Modality: B-mode breast ultrasound.
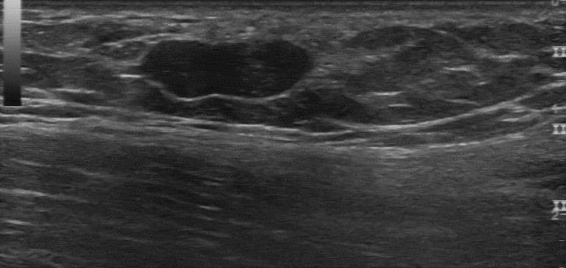
Pixel coordinates (x1, y1, x2, y2): The mass is located within the bounding box [145, 40, 307, 98]. BI-RADS 2.